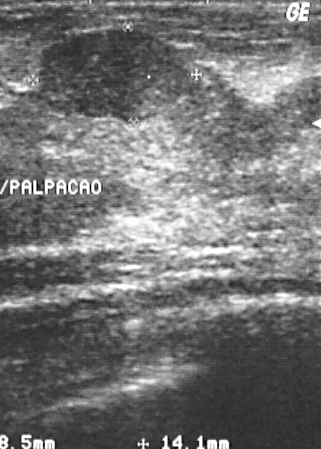
Imaging: breast ultrasound image.
This breast ultrasound image shows a finding. BI-RADS category 2. Pathology confirmed benign fibrocystic changes.